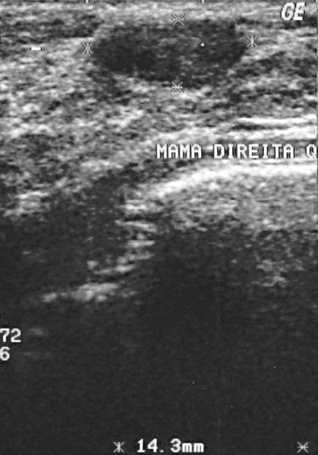
Scanner: GE Logiq 5 @10-12MHz. Modality: breast ultrasound image.
A lesion is present on this breast ultrasound image. It was assessed as BI-RADS 2. Histopathology: fibroadenoma (benign).